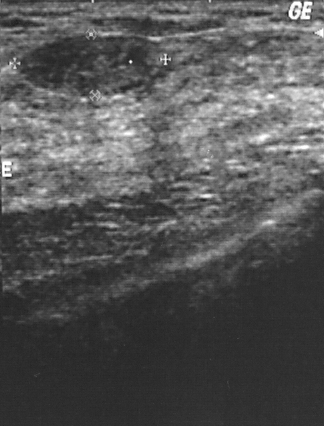
Imaging: breast ultrasound scan.
Segment the lesion: bounding box x1=22, y1=35, x2=161, y2=96. The lesion is benign on biopsy or follow-up.